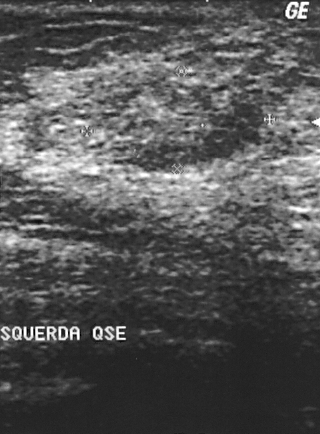
Modality: breast sonogram.
A mass is seen. BI-RADS category 3. Biopsy showed mastitis, a benign finding.